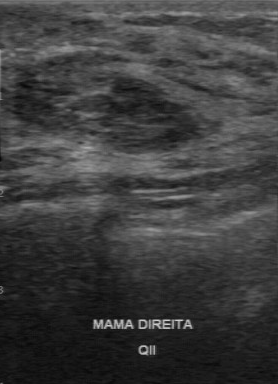
Acquired on GE Logiq 7 @10-14MHz. Breast ultrasound image.
BI-RADS 4 in the original read. A second, independent read describes the mass as follows. The margin is regular. Boundary: clear. Internally the mass is hypoechoic. There are no calcifications. Biopsy showed fibroadenoma, a benign finding.